Imaging: breast ultrasound scan. Background tissue composition: heterogeneous: predominantly fibroglandular.
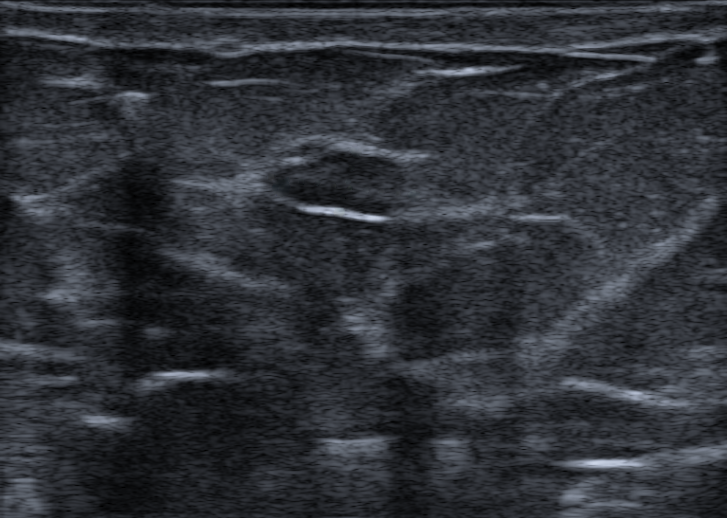
Outcome on biopsy or follow-up: benign. BI-RADS 3.